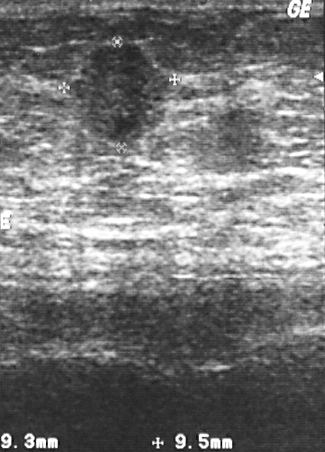
Modality: B-mode breast ultrasound.
This B-mode breast ultrasound shows a breast lesion, malignant on biopsy or follow-up. BI-RADS 4.